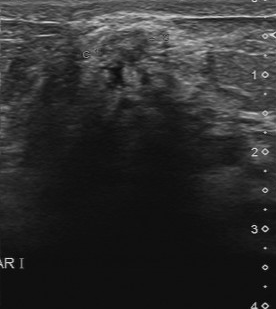
Imaging: B-mode breast ultrasound.
A breast lesion is seen with independent BI-RADS assessment: 4B, slightly hypoechoic echo pattern, partially regular margin.